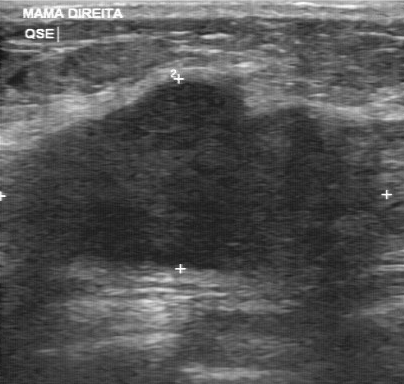
Modality: breast sonogram.
BI-RADS 5 in the original read.
The following findings are from a second reader, independent of the original assessment.
The margin is partially regular.
The lesion boundary is somewhat unclear.
Echo pattern: hypoechoic.
Calcifications: none.
Biopsy showed invasive ductal carcinoma, a malignant finding.